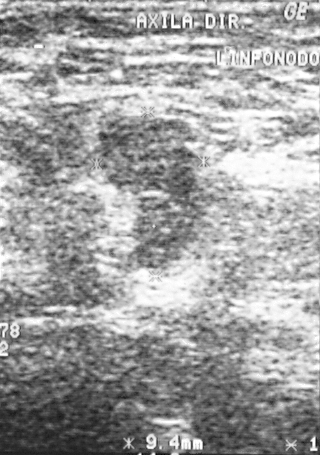
Modality: B-mode breast ultrasound. Scanner: GE Logiq 5 @10-12MHz.
Biopsy or follow-up result: malignant.